Imaging: B-mode breast ultrasound.
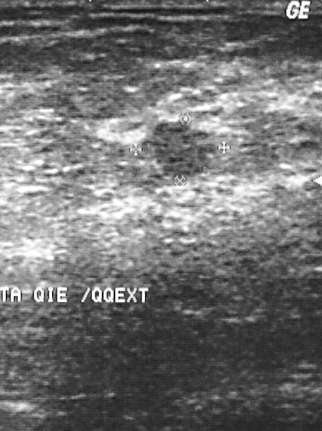
This B-mode breast ultrasound shows a breast lesion with biopsy result: fibroadenoma, outcome on biopsy or follow-up: benign, BI-RADS assessment: 4.